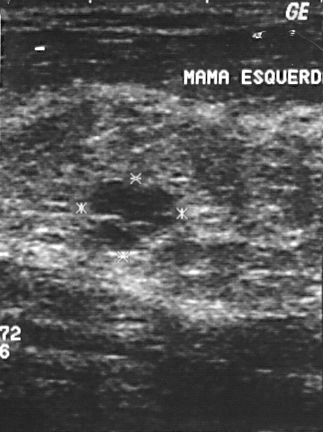
Modality: breast ultrasound.
This breast ultrasound shows a finding, benign on biopsy or follow-up.